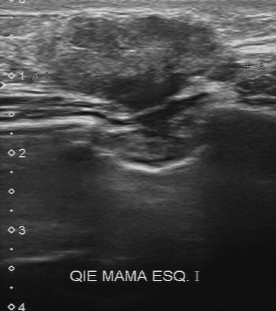
Modality: breast US.
The lesion was assessed as BI-RADS 4 by the original reader. The following findings are from a second reader, independent of the original assessment. The lesion has a partially regular margin. The lesion boundary is somewhat unclear. Internally the lesion is heterogeneous. Calcifications: none. Biopsy showed invasive ductal carcinoma, a malignant finding.